Modality: breast ultrasound image.
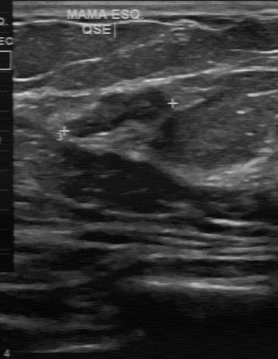
FINDINGS: Breast ultrasound image. Confirmed outcome (biopsy or follow-up): benign. BI-RADS assessment: 4.
OUTCOME ON BIOPSY OR FOLLOW-UP: benign.